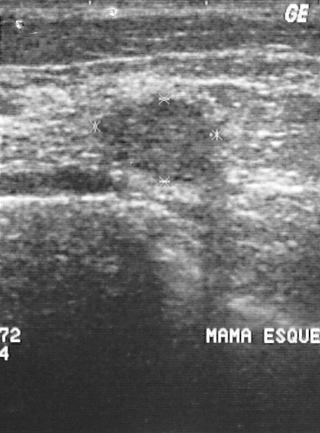
Modality: breast ultrasound scan.
Biopsy or follow-up result: benign.
Histopathology: fibroadenoma (benign).
Assigned BI-RADS 3.